Modality: breast sonogram. Scanner: GE Logiq 5 @10-12MHz.
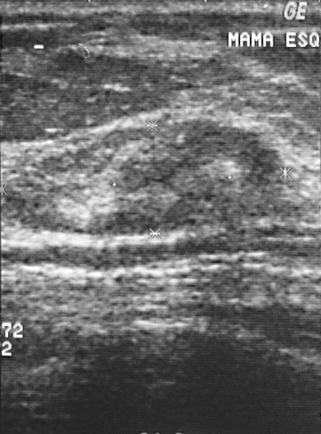
The finding occupies approximately [2, 118, 287, 237]. The finding is benign on biopsy or follow-up.